Breast ultrasound image. Scanner: GE Logiq 5 @10-12MHz.
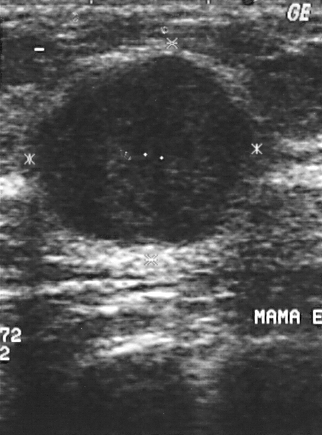
This breast lesion proved malignant on biopsy or follow-up.
Assigned BI-RADS 4.
Pathology confirmed invasive ductal carcinoma.